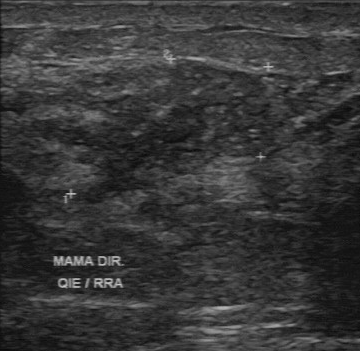
Scanner: GE Logiq 7 @10-14MHz. B-mode breast ultrasound.
The breast lesion was assessed as BI-RADS 4 by the original reader. A second, independent read describes the breast lesion as follows. The breast lesion is slightly hypoechoic. The margin is irregular. Boundary: unclear. There are multiple clustered microcalcifications. The biopsy result was invasive ductal carcinoma; the breast lesion is malignant.